Modality: breast US.
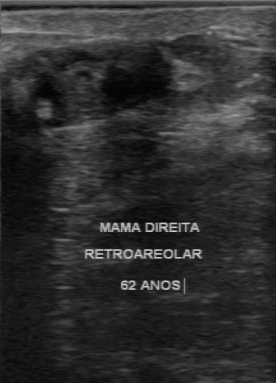
Breast US findings:
- biopsy or follow-up result: malignant
- BI-RADS: 4